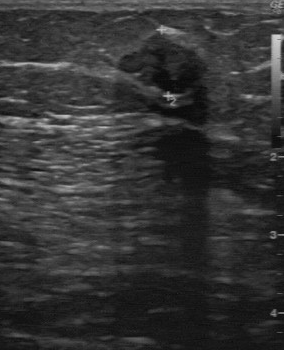
Breast ultrasound scan.
The confirmed outcome (biopsy or follow-up) is benign. Calcifications are absent. Lesion boundary: fairly clear. Echo pattern is slightly hypoechoic. Contour: partially regular.